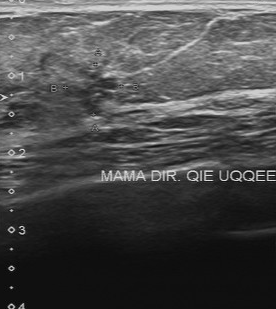
Modality: B-mode breast ultrasound.
There are no calcifications. Pathology: adenocarcinoma. Boundary is unclear. Contour is irregular. The echogenicity is heterogeneous. Biopsy or follow-up result: malignant.